Imaging: breast US.
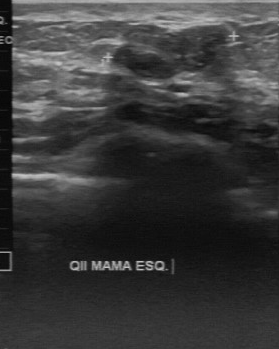
The breast lesion was assessed as BI-RADS 3 by the original reader. Findings on the second read (an independent reader): a slightly hypoechoic breast lesion, margin partially regular, boundary fairly clear. The biopsy result was fibroadenoma; the breast lesion is benign.